Acquired on GE Logiq 7 @10-14MHz. B-mode breast ultrasound.
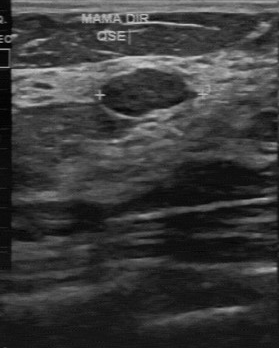
B-mode breast ultrasound findings:
- echo pattern: hypoechoic
- second-reader BI-RADS: 3
- boundary: clear
- calcifications: absent
- biopsy or follow-up result: benign